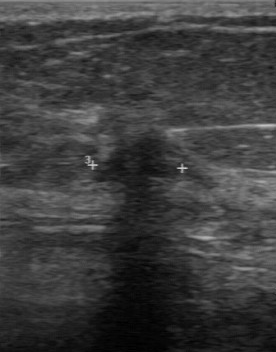
Modality: breast US.
The breast lesion was assessed as BI-RADS 4 by the original reader. Findings on the second read (an independent reader): a hypoechoic breast lesion, margin irregular, boundary unclear. No calcifications are seen. Biopsy showed invasive ductal carcinoma, a malignant finding.